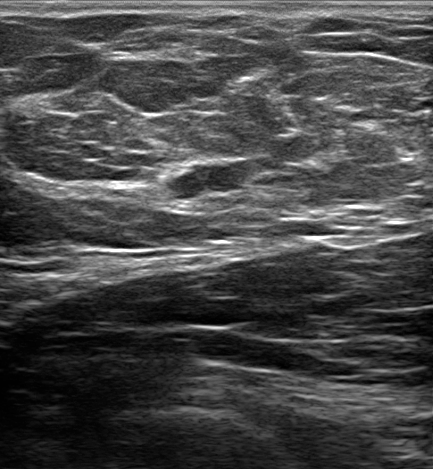
Imaging: B-mode breast ultrasound. Age 70.
The lesion is irregular and hypoechoic; its margin is not circumscribed (indistinct). There are no posterior features. There are no calcifications. BI-RADS 4B; outcome on biopsy or follow-up: malignant. Differential on reading: Suspicion of malignancy; Dysplasia; Fibroadenoma; Intraductal papilloma. Histopathology: Invasive carcinoma of no special type (NST).